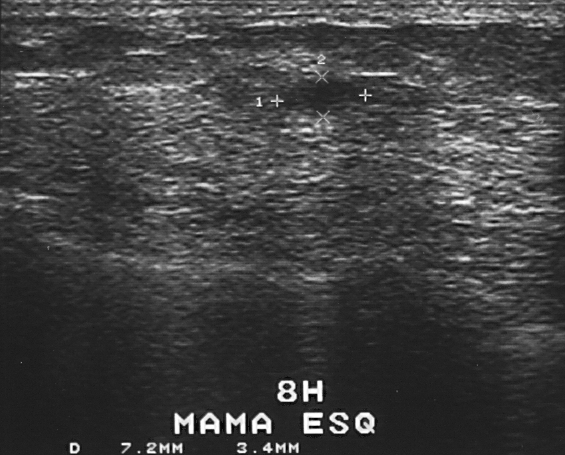
Imaging: breast US.
BI-RADS assessment: 2.
The biopsy result was fibrocystic changes; the lesion is benign.
Biopsy or follow-up result: benign.